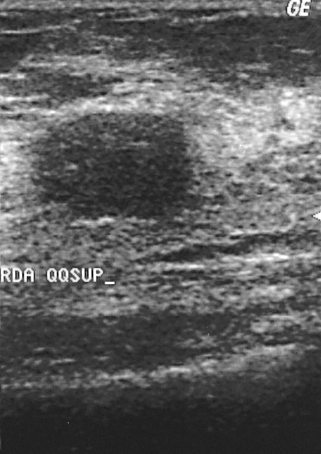
Breast ultrasound scan.
The finding is benign on biopsy or follow-up. (BI-RADS category 2.)